Modality: breast ultrasound image.
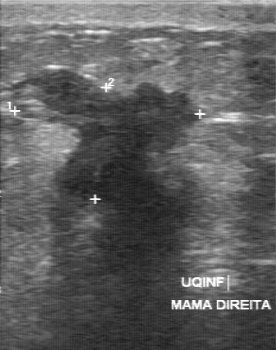
Margin: irregular. Boundary: unclear. Histopathology: invasive ductal carcinoma. Calcifications: absent. Internal echoes: hypoechoic.